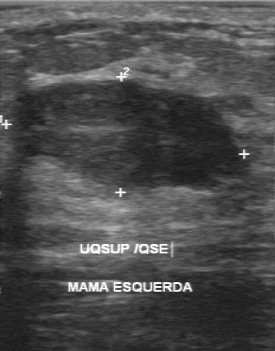
Breast US.
The breast lesion was categorized BI-RADS 3 in the original read. Findings on the second read (an independent reader): a hypoechoic breast lesion, margin regular, boundary clear. There are no calcifications. Histopathology: fibroadenoma (benign).